Age 45. Breast US.
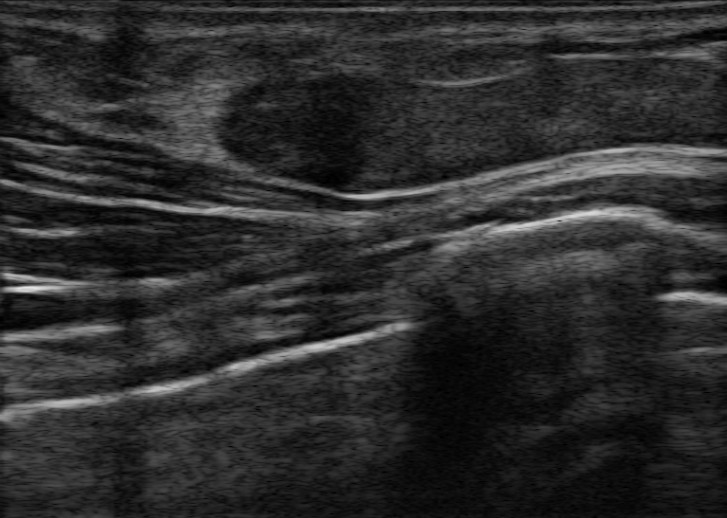
An irregular, hypoechoic breast lesion with non-circumscribed (indistinct) margins is seen. There are no posterior features. Calcifications are present within the mass. BI-RADS 4C; outcome on biopsy or follow-up: malignant. Radiologic interpretation: Suspicion of malignancy. Biopsy result: Tubular carcinoma; Cribriform carcinoma.